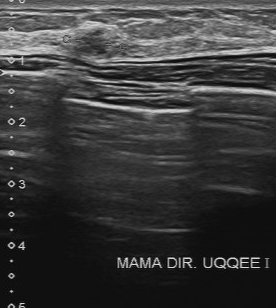
B-mode breast ultrasound. Acquired on Toshiba Aplio 300 @12-14 MHz.
Original-read BI-RADS category: 4. On a second read by an independent reader: The margin is partially regular. Boundary: somewhat unclear. Echo pattern: slightly hypoechoic. There are no calcifications. Biopsy showed fibrocystic changes, a benign finding.